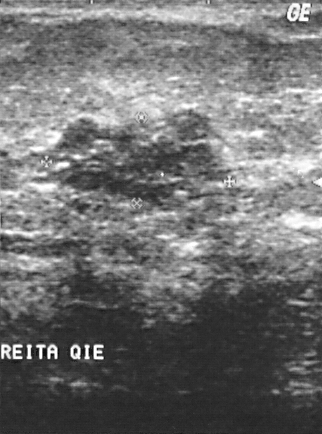
Scanner: GE Logiq 5 @10-12MHz. Imaging: breast ultrasound scan.
The biopsy result was intraductal papilloma. The mass is benign on biopsy or follow-up. The mass is assessed as BI-RADS 4.